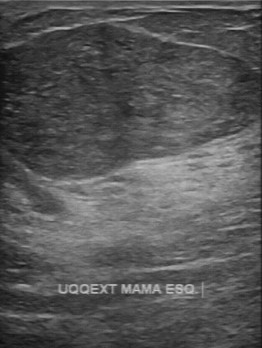
Acquired on GE Logiq 7 @10-14MHz. Breast ultrasound image.
A breast lesion is seen with slightly hypoechoic echo pattern, clear boundary, calcifications: absent, regular contour.